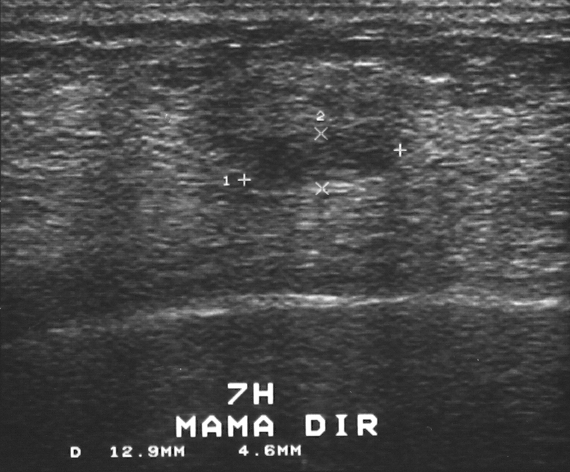
Breast sonogram. Scanner: GE Logiq 5 @10-12MHz.
This mass proved benign on biopsy or follow-up.
Histopathology: fibroadenoma.
BI-RADS assessment: 3.